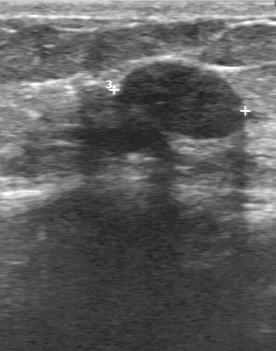
Imaging: breast US.
BI-RADS: 3. Outcome on biopsy or follow-up: benign.